Scanner: Toshiba Aplio 300 @12-14 MHz. Modality: breast sonogram.
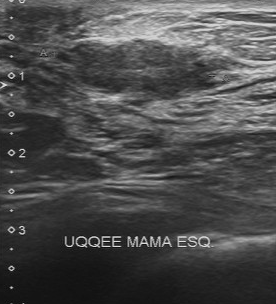
Coordinates are pixels in the 276x304 image. Mass bounding box: 54 38 221 100.